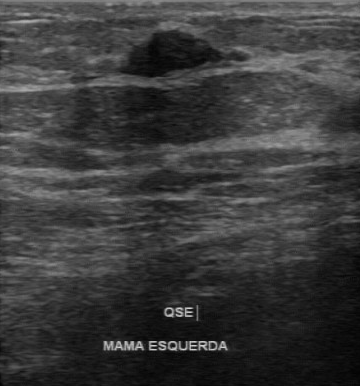
Modality: breast ultrasound.
The finding was categorized BI-RADS 4 in the original read.
The following findings are from a second reader, independent of the original assessment.
Margin: regular.
The lesion boundary is clear.
Internally the finding is hypoechoic.
There are no calcifications.
Biopsy showed fibroadenoma, a benign finding.